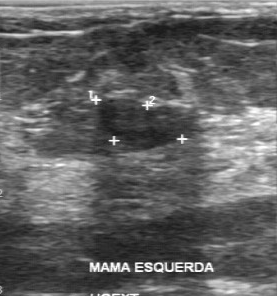
Modality: breast ultrasound image.
FINDINGS: Breast ultrasound image. BI-RADS category: 2.
OUTCOME ON BIOPSY OR FOLLOW-UP: benign.